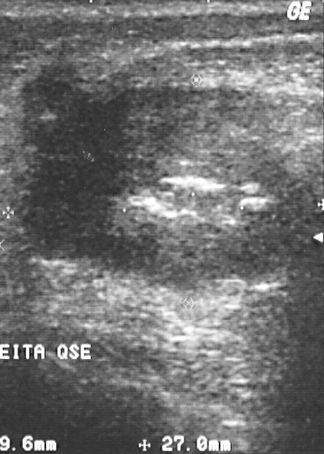
Imaging: breast ultrasound image. Acquired on GE Logiq 5 @10-12MHz.
The finding is malignant on biopsy or follow-up. BI-RADS 4.